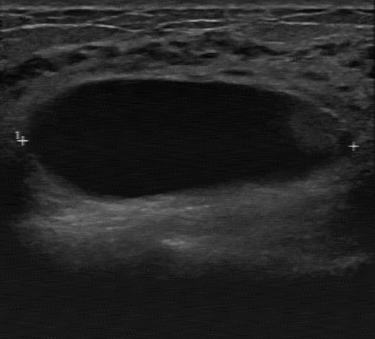
Modality: breast ultrasound scan.
Pixel coordinates (x1, y1, x2, y2): The breast lesion is located within the bounding box top-left (26, 78), bottom-right (356, 199). The breast lesion is benign on biopsy or follow-up. BI-RADS 4.